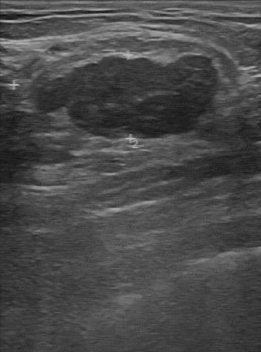
B-mode breast ultrasound. Scanner: GE Logiq 7 @10-14MHz.
BI-RADS 4 in the original read; on a second read the margin is partially regular, the boundary fairly clear and the mass hypoechoic. Histopathology: fibroadenoma (benign).